Modality: B-mode breast ultrasound.
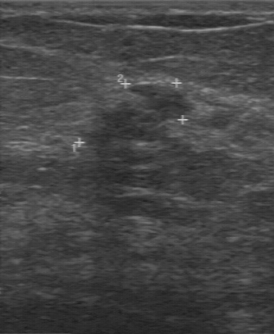
BI-RADS 4 in the original read. The following findings are from a second reader, independent of the original assessment. Margin: irregular. The lesion boundary is unclear. Internally the lesion is slightly hypoechoic. There are no calcifications. The biopsy result was invasive ductal carcinoma; the lesion is malignant.